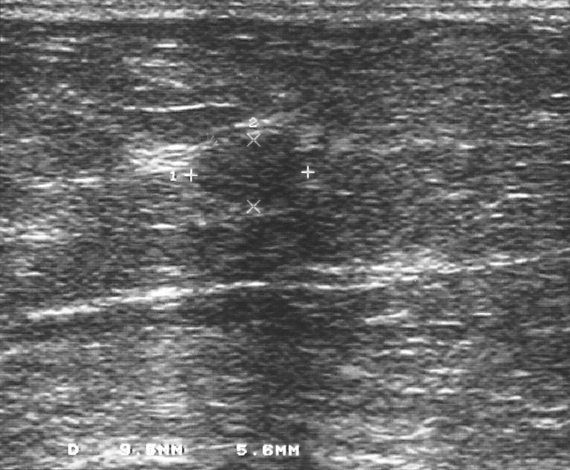
Modality: breast ultrasound scan.
Assigned BI-RADS 3. Histopathology: fibroadenoma (benign). Outcome on biopsy or follow-up: benign.